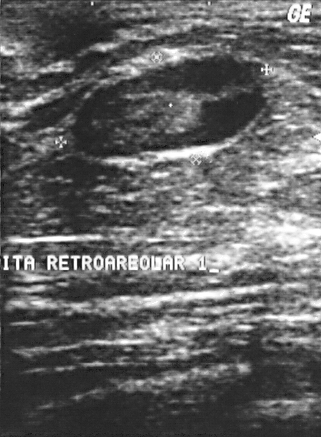
Modality: breast ultrasound image.
BI-RADS: 4. Outcome on biopsy or follow-up: benign.
OUTCOME ON BIOPSY OR FOLLOW-UP: benign.